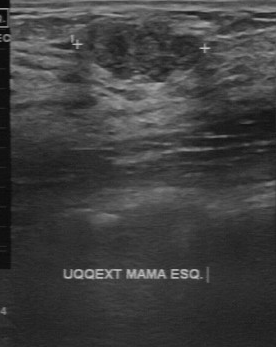
Imaging: breast ultrasound scan.
Calcifications: absent. Internal echoes: heterogeneous. Contour: partially regular. Lesion boundary: fairly clear. Outcome on biopsy or follow-up: benign.
OUTCOME ON BIOPSY OR FOLLOW-UP: benign.